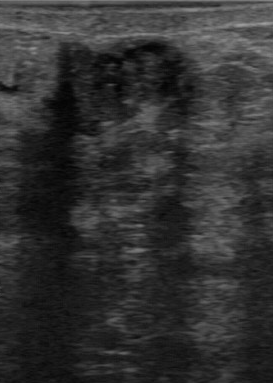
Modality: B-mode breast ultrasound.
BI-RADS 4 in the original read; on a second read the margin is partially regular, the boundary somewhat unclear and the lesion heterogeneous. Calcification is suspected. The biopsy result was invasive ductal carcinoma; the lesion is malignant.